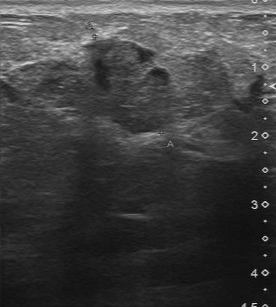
Imaging: breast ultrasound image.
Coordinates are pixels in the 276x307 image. Lesion bounding box: 31 37 175 133. The lesion is malignant on biopsy or follow-up. BI-RADS 4.